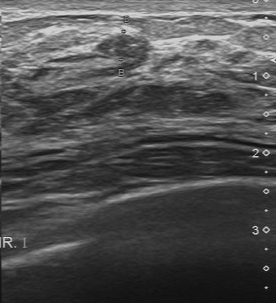
Imaging: breast sonogram.
The breast lesion demonstrates BI-RADS (second read): 3, pathology: fibroadenoma, BI-RADS (first reader): 3.